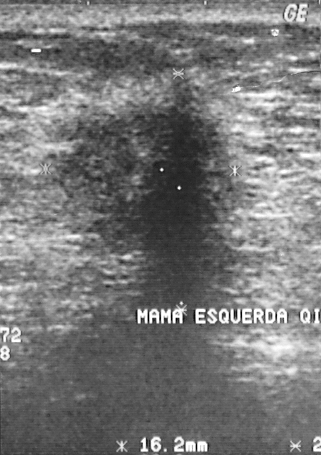
Breast US.
A mass is present on this breast US. It was assessed as BI-RADS 5. Histopathology: invasive ductal carcinoma (malignant).